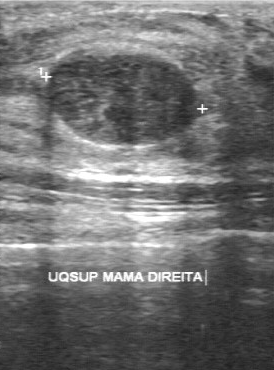
Modality: breast ultrasound image. Acquired on GE Logiq 7 @10-14MHz.
Lesion characteristics:
- confirmed outcome (biopsy or follow-up): benign
- echo pattern: heterogeneous
- lesion margin: regular
- boundary: clear
- BI-RADS (first reader): 3
- calcifications: none
- independent BI-RADS assessment: 4A